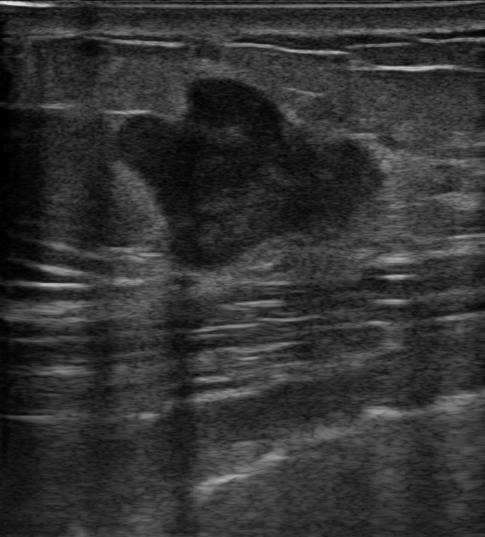
Imaging: breast ultrasound scan.
The breast lesion is malignant on biopsy or follow-up. BI-RADS 4C.